Modality: breast ultrasound image.
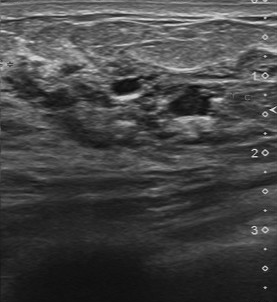
This breast ultrasound image shows a finding with biopsy result: hyperplasia, BI-RADS: 5.